Modality: breast ultrasound image.
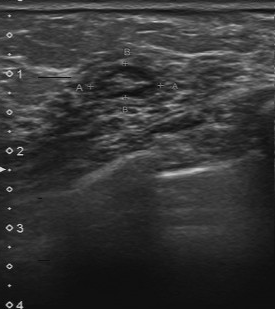
The mass was assessed as BI-RADS 3 by the original reader.
On a second read by an independent reader:
No calcifications are seen.
Its boundary is clear.
Internally the mass is heterogeneous.
The margin is regular.
Histopathology: fibrocystic changes (benign).